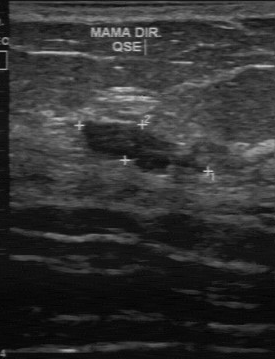
Breast ultrasound.
This breast ultrasound shows a breast lesion with outcome on biopsy or follow-up: benign, BI-RADS: 4.